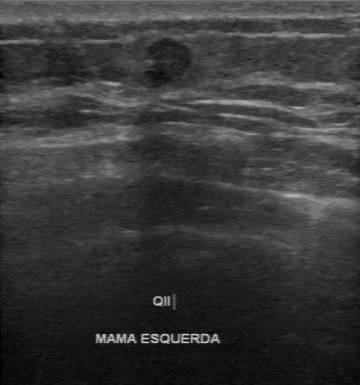
Modality: breast ultrasound image.
This breast ultrasound image shows a finding, malignant on biopsy or follow-up. BI-RADS 4.